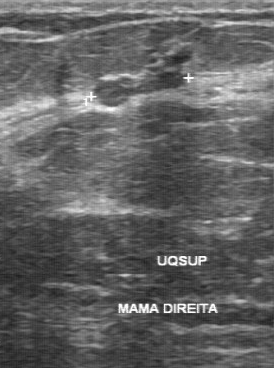
Modality: B-mode breast ultrasound.
The original reader assigned BI-RADS 4. On a second, independent read, a breast lesion with a partially regular margin and a somewhat unclear boundary is seen; it is slightly hypoechoic. Biopsy showed fibroadenoma, a benign finding.